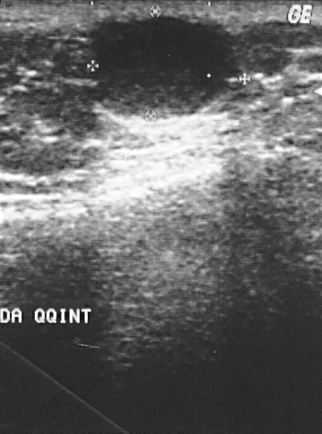
Breast ultrasound image.
This mass proved benign on biopsy or follow-up. The biopsy result was cyst. BI-RADS assessment: 2.